Modality: breast ultrasound.
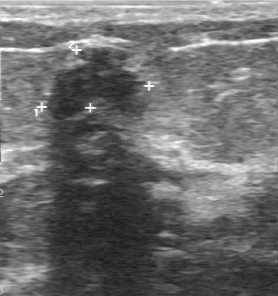
Lesion characteristics:
- contour: irregular
- biopsy or follow-up result: benign
- internal echoes: hypoechoic
- calcifications: none
- boundary: somewhat unclear
- pathology: fibroadenoma